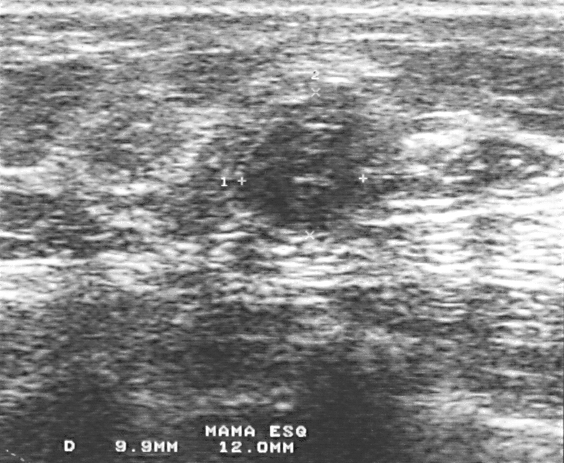
Breast sonogram.
Finding: mass, benign on biopsy or follow-up.